Scanner: GE Logiq 5 @10-12MHz. Imaging: breast ultrasound image.
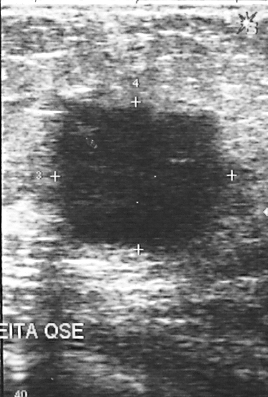
BI-RADS category 4.
Biopsy showed invasive ductal carcinoma, a malignant finding.